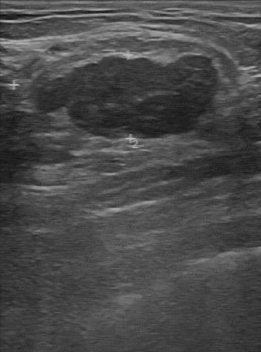
Modality: breast ultrasound image.
FINDINGS: Breast ultrasound image. Echogenicity: hypoechoic. Boundary: fairly clear. Calcifications: none. Margin: partially regular.